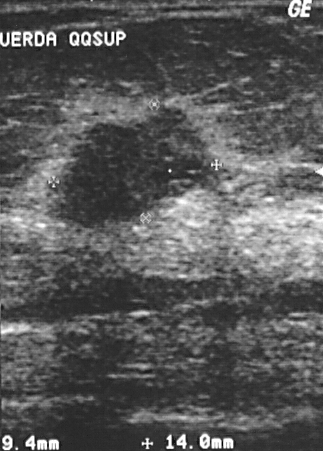
Breast US.
This breast US shows a mass. It was assessed as BI-RADS 4. The biopsy result was invasive ductal carcinoma; the mass is malignant.